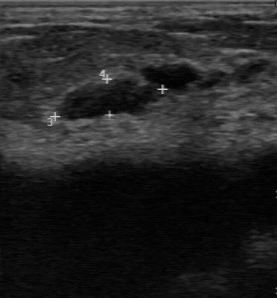
Breast ultrasound. Scanner: GE Logiq 7 @10-14MHz.
Finding: lesion, benign on biopsy or follow-up. BI-RADS 2.